Imaging: breast sonogram.
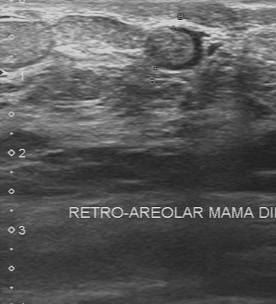
The BI-RADS category is 3. The histopathology is hyperplasia.